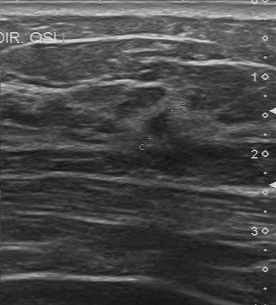
Scanner: Toshiba Aplio 300 @12-14 MHz. Modality: B-mode breast ultrasound.
The mass was assessed as BI-RADS 4 by the original reader. Findings on the second read (an independent reader): a slightly hypoechoic mass, margin partially regular, boundary somewhat unclear. Calcifications: none. The biopsy result was invasive ductal carcinoma; the mass is malignant.